Breast US.
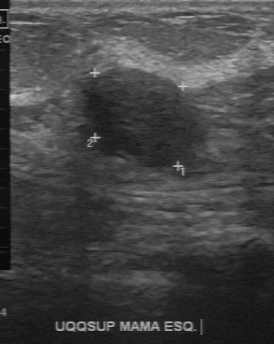
The finding was categorized BI-RADS 4 in the original read. Findings on the second read (an independent reader): a slightly hypoechoic finding, margin regular, boundary clear. Biopsy showed fibroadenoma, a benign finding.